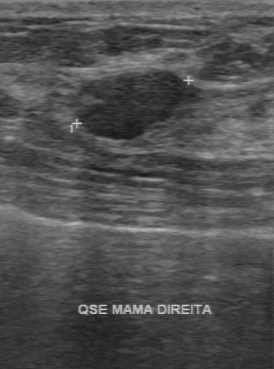
Imaging: breast ultrasound.
Original-read BI-RADS category: 3. The following findings are from a second reader, independent of the original assessment. Internally the lesion is hypoechoic. The margin is regular. Calcifications: none. Its boundary is clear. Histopathology: fibroadenoma (benign).